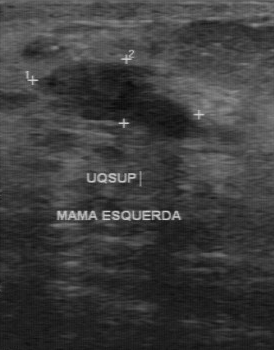
Modality: breast ultrasound image.
Biopsy result is fibroadenoma. BI-RADS category: 4.